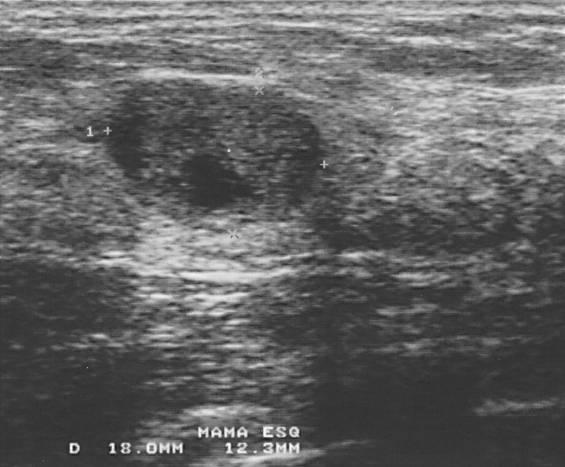
Modality: breast US. Scanner: GE Logiq 5 @10-12MHz.
Outcome on biopsy or follow-up: benign.